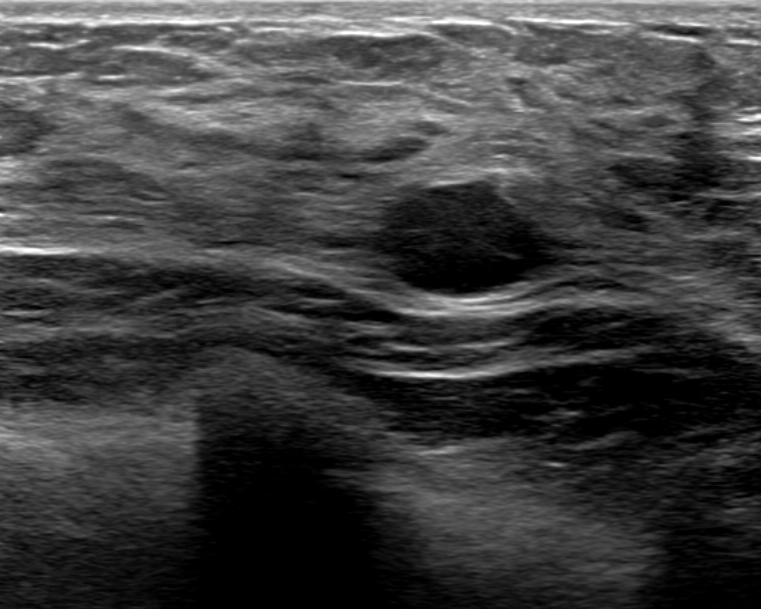
Background echotexture is heterogeneous: predominantly fibroglandular. Breast ultrasound image.
There is an oval finding that is hypoechoic, with circumscribed margins. There is posterior acoustic enhancement. There is no echogenic halo. BI-RADS 2; benign on biopsy or follow-up.